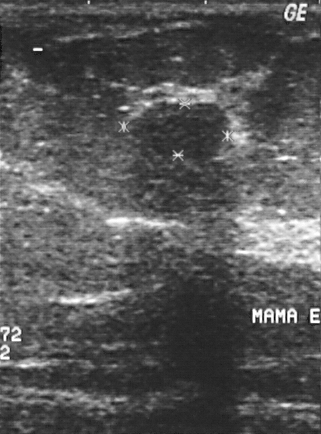
Imaging: breast ultrasound.
Segment the breast lesion: bounding box x1=137, y1=103, x2=229, y2=161. The breast lesion is benign on biopsy or follow-up.